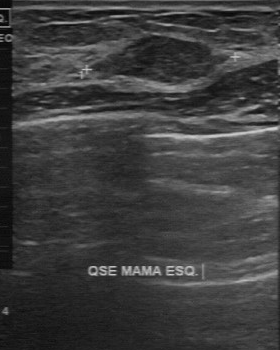
Breast US.
BI-RADS 3 in the original read; on a second read the margin is regular, the boundary clear and the breast lesion slightly hypoechoic. The biopsy result was fibroadenoma; the breast lesion is benign.